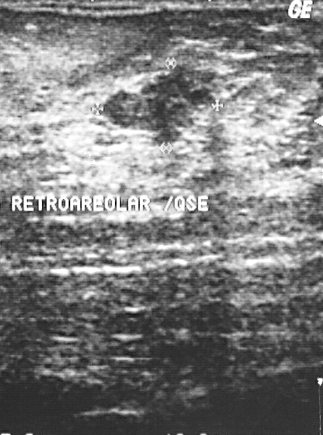
Imaging: breast US.
The finding is benign on biopsy or follow-up. BI-RADS 4.